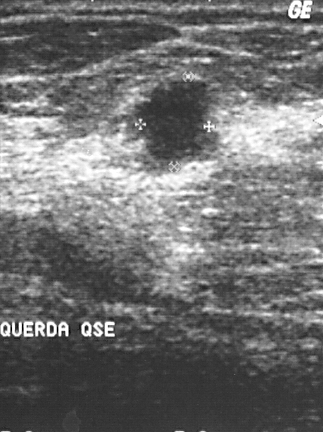
Breast ultrasound.
Histopathology: invasive ductal carcinoma (malignant). BI-RADS assessment: 4. The mass is malignant on biopsy or follow-up.